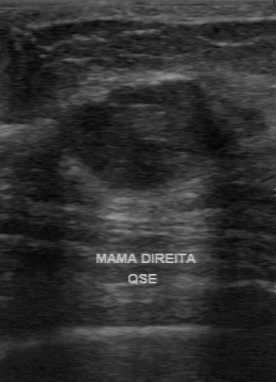
Imaging: breast ultrasound image.
Pixel coordinates (x1, y1, x2, y2): The mass is located within the bounding box (61,82)-(218,191). The mass is benign on biopsy or follow-up. BI-RADS 3.